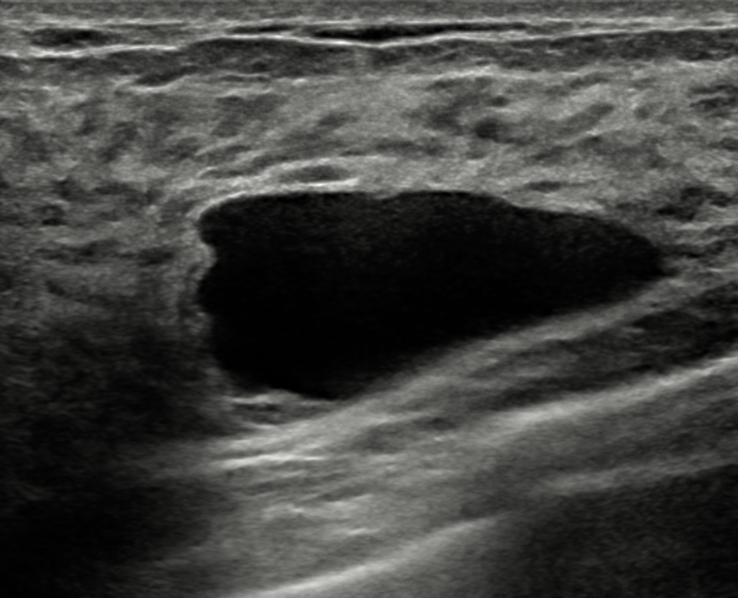
Breast US. Age 49.
Coordinates are pixels in the 738x598 image. The lesion occupies approximately (191,182)-(660,407). The lesion is benign on biopsy or follow-up. BI-RADS 2.